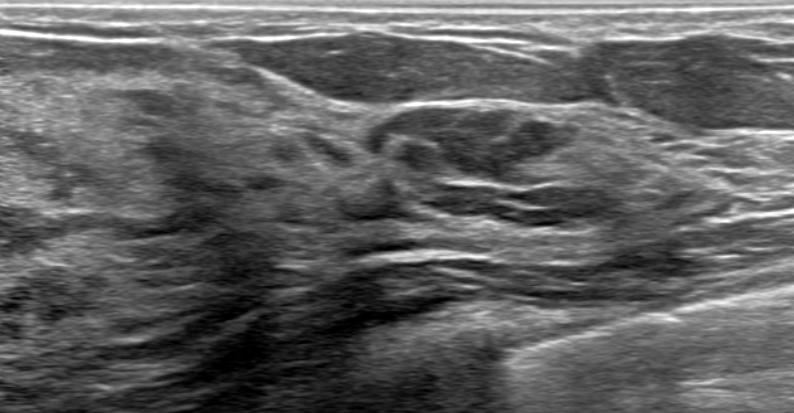
Imaging: B-mode breast ultrasound.
The mass is located within the bounding box top-left (372, 103), bottom-right (577, 184).